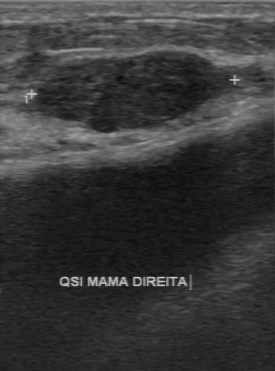
Imaging: breast US.
FINDINGS: Lesion margin: regular. Calcifications: absent. BI-RADS (first reader): 2. BI-RADS on independent re-read: 3. Echo pattern: hypoechoic. Boundary: clear.